Modality: B-mode breast ultrasound.
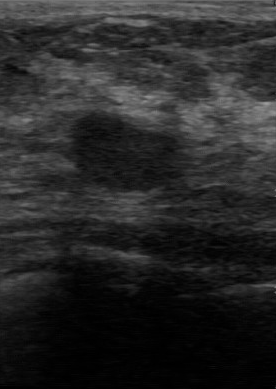
The finding is benign on biopsy or follow-up.